Modality: breast sonogram.
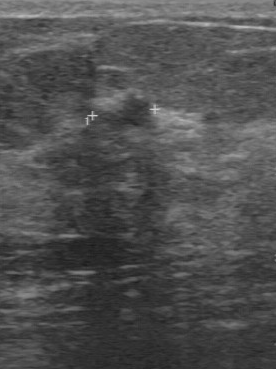
Mass bounding box: x1=114, y1=93, x2=152, y2=126. The mass is malignant on biopsy or follow-up.